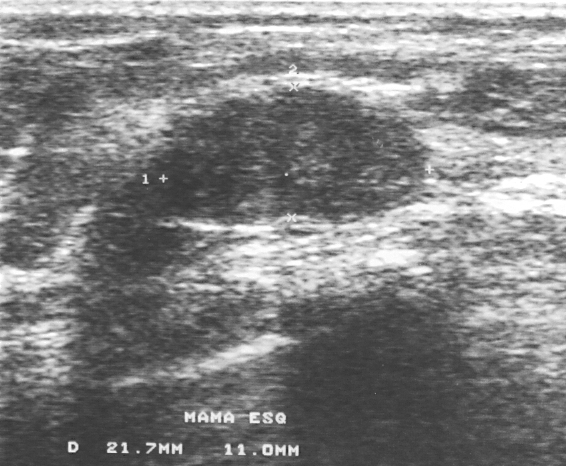
Modality: breast ultrasound.
The lesion is benign on biopsy or follow-up. (BI-RADS category 3.)